Acquired on GE Logiq 5 @10-12MHz. Modality: breast ultrasound.
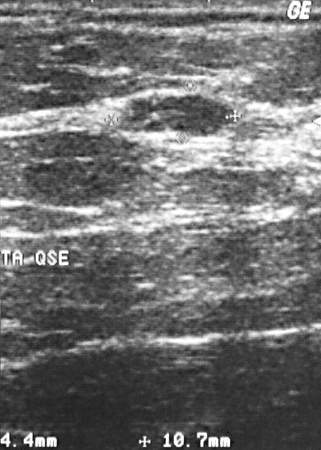
This mass proved benign on biopsy or follow-up. The biopsy result was cyst. The mass is assessed as BI-RADS 2.